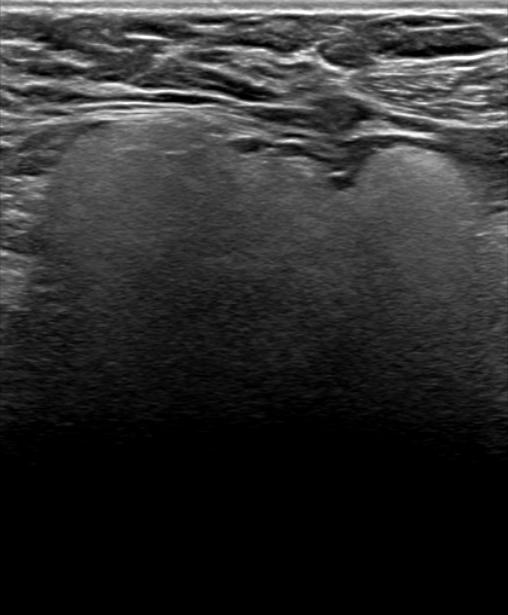
Patient age: 43. Breast ultrasound. Background echotexture is homogeneous: fibroglandular.
The lesion is irregular in shape. Margins are circumscribed. The lesion is hyperechoic. Posterior features: shadowing. There is no echogenic halo. Calcifications: none. No skin thickening is seen. The finding was confirmed by follow-up care. Biopsy or follow-up result: benign. The lesion is assessed as BI-RADS 2. Differential on reading: Implant rupture; Silicone implant.